Modality: breast ultrasound image.
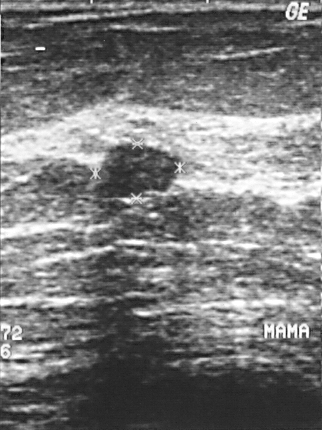
A finding is seen. It was assessed as BI-RADS 2. The biopsy result was fibroadenoma; the finding is benign.